Breast ultrasound image. Acquired on GE Logiq 7 @10-14MHz.
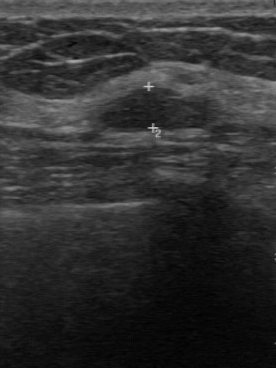
The finding demonstrates second-reader BI-RADS: 3.